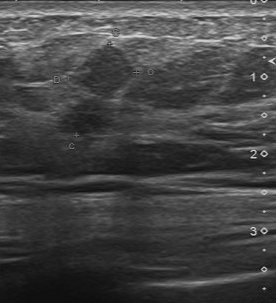
Modality: breast ultrasound scan.
BI-RADS category: 5. Biopsy result is invasive ductal carcinoma.